Acquired on GE Logiq 7 @10-14MHz. Imaging: breast sonogram.
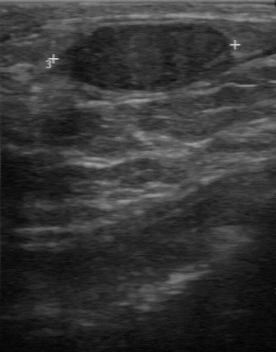
BI-RADS 2 in the original read. A second reader, independent of the original assessment, describes a hypoechoic breast lesion with a regular margin; the boundary is clear. Calcifications: none. Histopathology: fibroadenoma (benign).